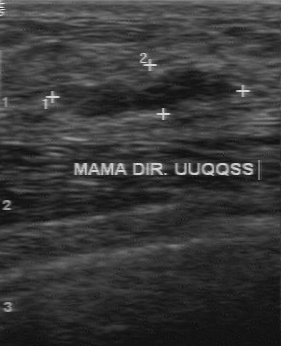
Imaging: B-mode breast ultrasound.
- BI-RADS on independent re-read: 3
- lesion boundary: clear
- confirmed outcome (biopsy or follow-up): benign